Imaging: breast ultrasound image.
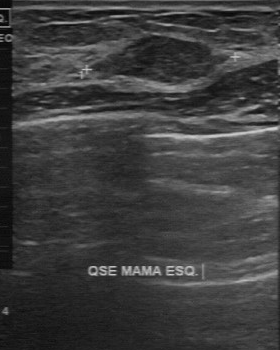
FINDINGS: Breast ultrasound image. Boundary: clear. Calcifications: none. Internal echoes: slightly hypoechoic. Lesion margin: regular.